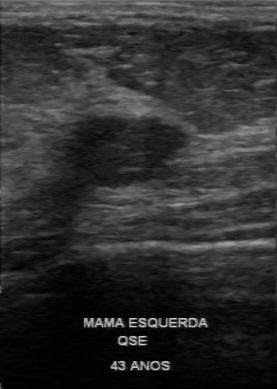
Breast ultrasound scan.
Coordinates are pixels in the 277x389 image. Segment the finding: bounding box [66, 117, 188, 186]. The finding is benign on biopsy or follow-up. BI-RADS 3.